Imaging: breast sonogram.
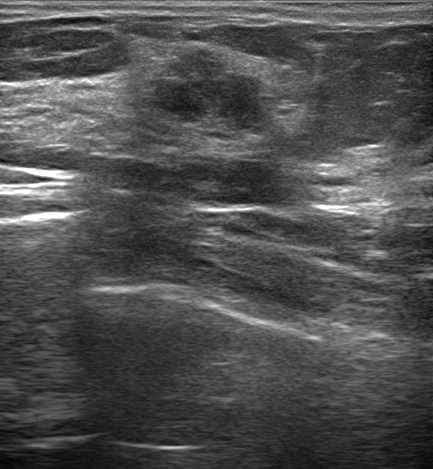
The lesion demonstrates radiologic interpretation: Suspicion of malignancy; Fibroadenoma; Intraductal papilloma, skin thickening: none, hypoechoic echotexture, posterior acoustic features: enhancement, biopsy result: Fibroadenoma, not circumscribed - indistinct borders, echogenic halo: present, irregular lesion shape, BI-RADS assessment: 4B, calcifications: none.